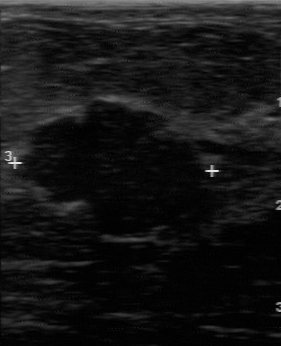
B-mode breast ultrasound.
The finding demonstrates somewhat unclear boundary, partially regular lesion margin, calcifications: absent, hypoechoic internal echoes, pathology: fibroadenoma.